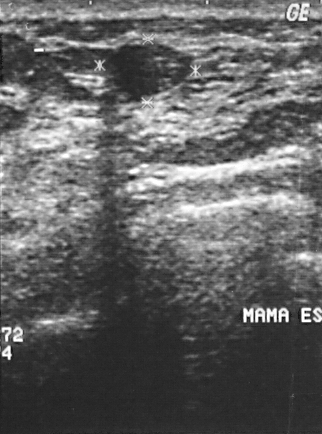
Breast US. Acquired on GE Logiq 5 @10-12MHz.
A lesion is seen. Assessment: BI-RADS 2. Biopsy showed fibroadenoma, a benign finding.